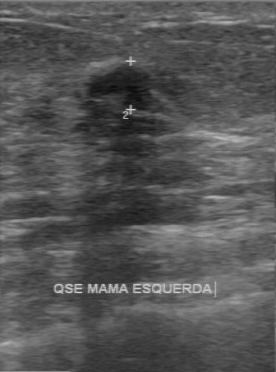
Breast sonogram.
The mass demonstrates hypoechoic internal echoes, partially regular contour, clear boundary, calcifications: none.